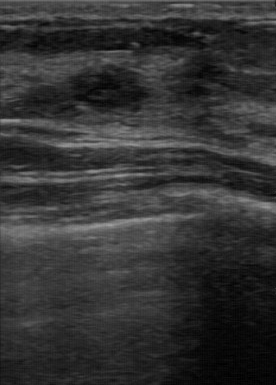
Modality: breast sonogram.
Finding: lesion, benign on biopsy or follow-up. BI-RADS 4.